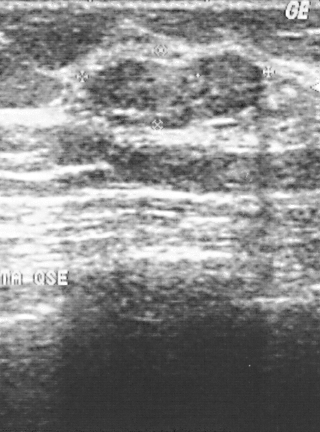
Acquired on GE Logiq 5 @10-12MHz. Imaging: breast ultrasound scan.
The mass occupies approximately [86, 51, 261, 127]. The mass is benign on biopsy or follow-up.